Modality: B-mode breast ultrasound.
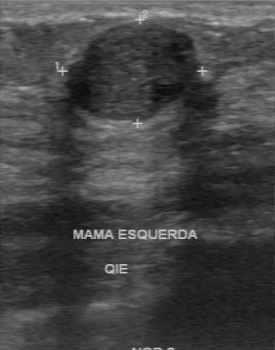
Finding: lesion, benign on biopsy or follow-up.